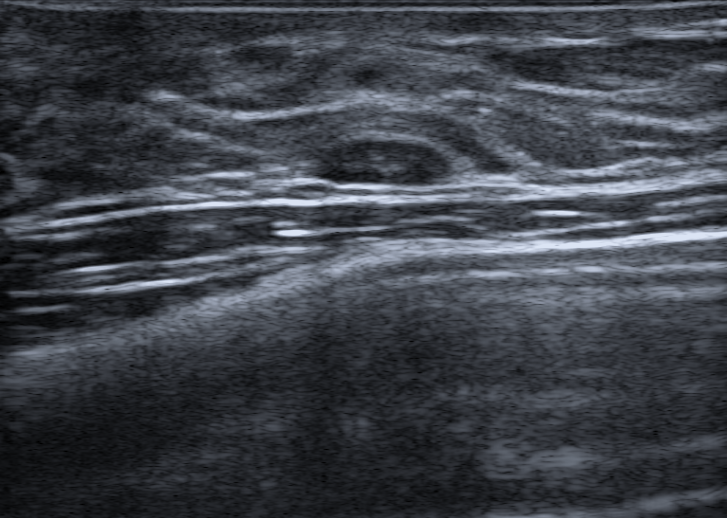
Modality: breast ultrasound scan. Background tissue composition: homogeneous: fibroglandular.
The echotexture is heterogeneous. Calcifications: none. The differential is Intramammary lymph node. The lesion shape is oval. There are no posterior features. Skin thickening: none. The BI-RADS category is 2. There is no echogenic halo.